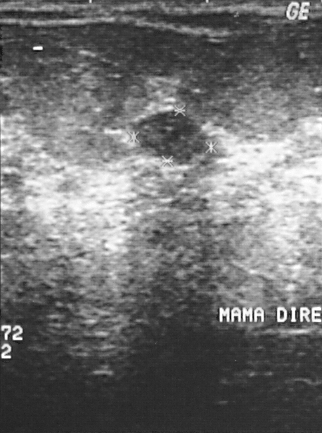
Breast sonogram. Acquired on GE Logiq 5 @10-12MHz.
Outcome on biopsy or follow-up: benign.